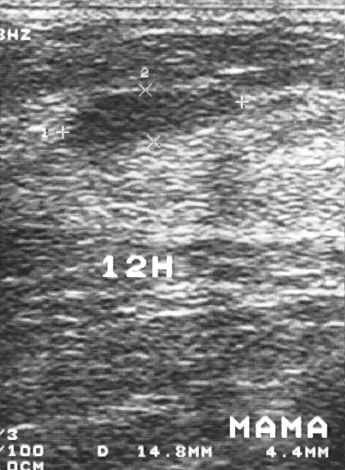
Imaging: breast ultrasound image. Acquired on GE Logiq 5 @10-12MHz.
Biopsy or follow-up result: benign.
The biopsy result was fibroadenoma.
BI-RADS category 3.